Breast ultrasound.
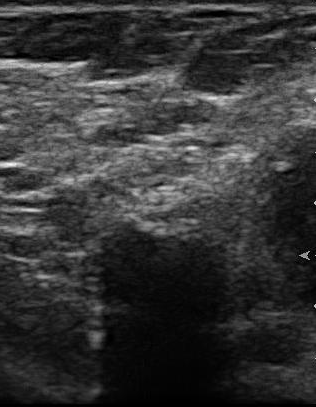
Breast ultrasound findings:
- lesion boundary: fairly clear
- echogenicity: hypoechoic
- pathology: fibroadenoma
- calcifications: absent
- BI-RADS (second read): 4A
- margin: regular